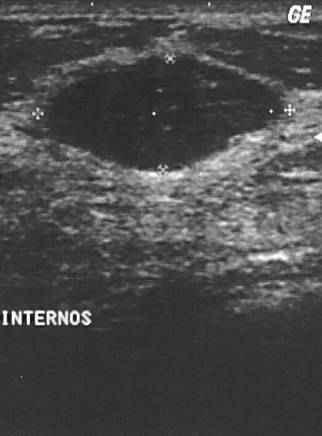
Imaging: B-mode breast ultrasound. Acquired on GE Logiq 5 @10-12MHz.
Coordinates are pixels in the 322x436 image. The lesion is located within the bounding box x1=46, y1=56, x2=280, y2=171. The lesion is benign on biopsy or follow-up.